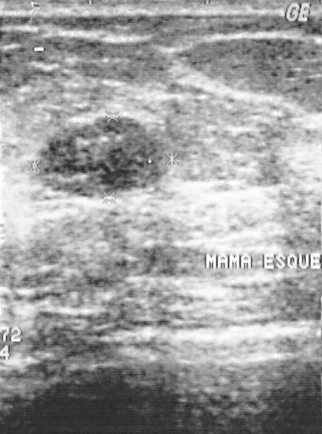
Breast ultrasound scan.
Biopsy or follow-up result: benign.